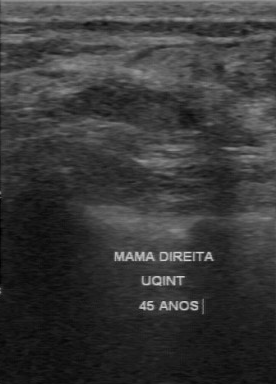
Imaging: breast sonogram.
The finding is benign on biopsy or follow-up.